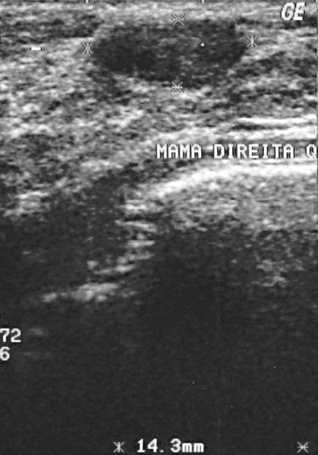
Breast sonogram.
Coordinates are pixels in the 318x455 image. Segment the mass: bounding box top-left (94, 21), bottom-right (242, 89). The mass is benign on biopsy or follow-up.